Acquired on GE Logiq 7 @10-14MHz. Imaging: B-mode breast ultrasound.
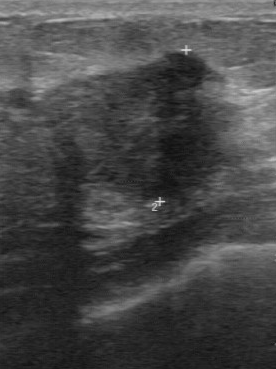
This B-mode breast ultrasound shows a finding with outcome on biopsy or follow-up: malignant, biopsy result: invasive ductal carcinoma, BI-RADS assessment: 4.